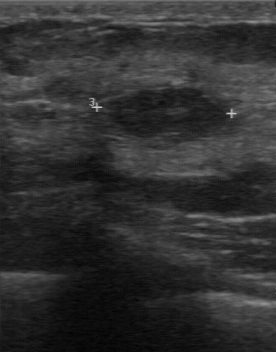
Imaging: breast ultrasound scan. Scanner: GE Logiq 7 @10-14MHz.
The original reader assigned BI-RADS 2. Findings on the second read (an independent reader): a hypoechoic lesion, margin regular, boundary clear. Biopsy showed lipoma, a benign finding.